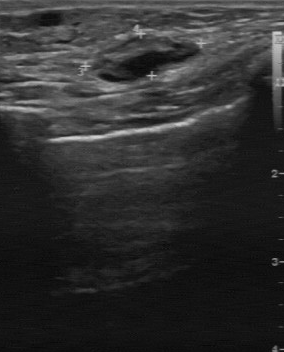
Modality: B-mode breast ultrasound.
(coordinates in a 284x352 pixel frame) Segment the mass: bounding box 86 32 200 84.